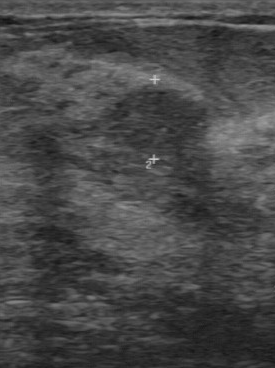
Breast ultrasound scan.
Pixel coordinates (x1, y1, x2, y2): The mass is located within the bounding box 96 85 210 156. The mass is benign on biopsy or follow-up. BI-RADS 4.